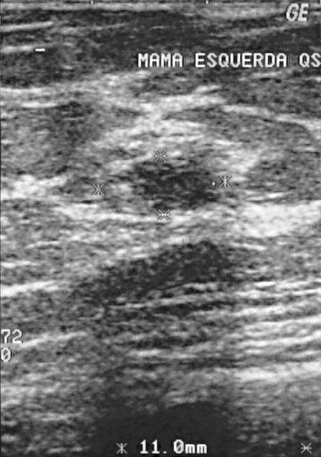
Imaging: breast ultrasound scan.
A lesion is present on this breast ultrasound scan. BI-RADS category 3. Pathology confirmed benign fibroadenoma.